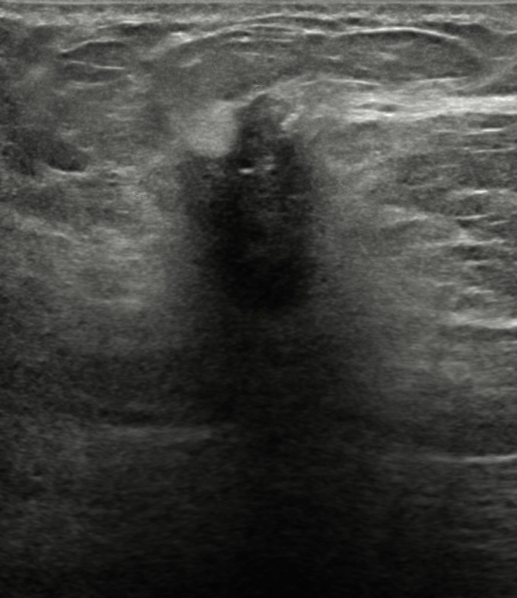
Background echotexture is homogeneous: fat. Modality: B-mode breast ultrasound.
Differential on reading: Suspicion of malignancy. Assigned BI-RADS 5. The lesion appears irregular. The margin is not circumscribed (indistinct). Its echo pattern is hypoechoic. Posterior features: none. Echogenic halo: present. Calcifications: none. There is no skin thickening.